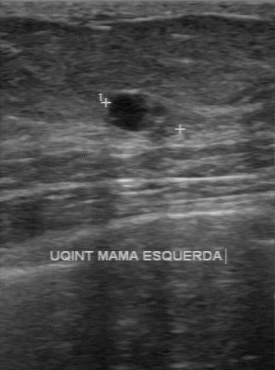
Modality: breast ultrasound image.
The original reader assigned BI-RADS 4. The following findings are from a second reader, independent of the original assessment. Its boundary is clear. Calcifications: none. The margin is partially regular. Echo pattern: hypoechoic. Histopathology: fibroadenoma (benign).